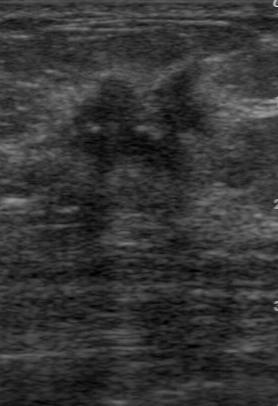
Modality: breast US. Acquired on GE Logiq 7 @10-14MHz.
Original-read BI-RADS category: 5.
A second, independent read describes the finding as follows.
Boundary: unclear.
The finding is slightly hypoechoic.
Calcification is suspected.
Margin: irregular.
The biopsy result was invasive ductal carcinoma; the finding is malignant.